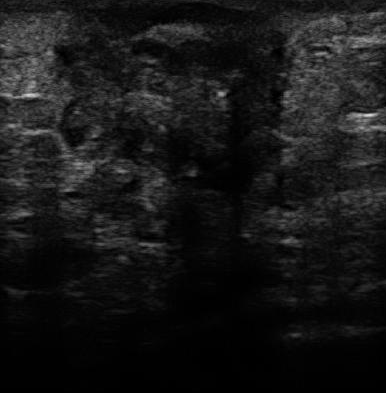
Modality: breast ultrasound scan.
The original reader assigned BI-RADS 5. On a second, independent read, a finding with an irregular margin and an unclear boundary is seen; it is heterogeneous. There are multiple calcifications. Biopsy showed invasive ductal carcinoma, a malignant finding.